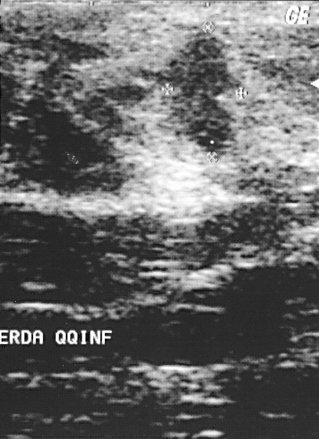
Breast sonogram.
Coordinates are pixels in the 319x439 image. The breast lesion occupies approximately [139, 32, 245, 157].